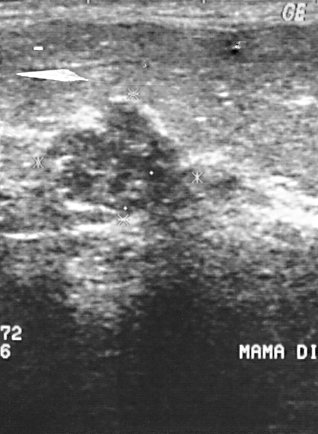
Breast US.
Biopsy showed intraductal papilloma, a benign finding.
Assigned BI-RADS 4.